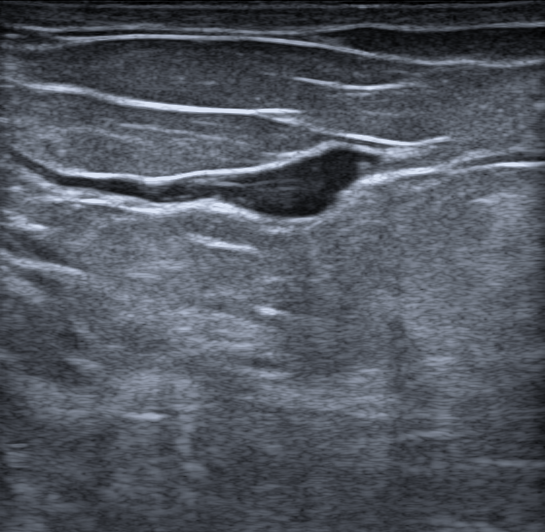
Background tissue composition: heterogeneous: predominantly fat. Imaging: breast ultrasound scan.
This lesion proved benign on biopsy or follow-up. Differential on reading: Duct filled with thick fluid; Intraductal papilloma. Biopsy confirmed usual ductal hyperplasia (UDH) and pseudoangiomatous stromal hyperplasia (PASH). BI-RADS category 4A. It has an oval shape. The margin is circumscribed. Echogenicity: hyperechoic. There are no posterior acoustic features. There is no echogenic halo. There are no calcifications. Skin thickening: none.